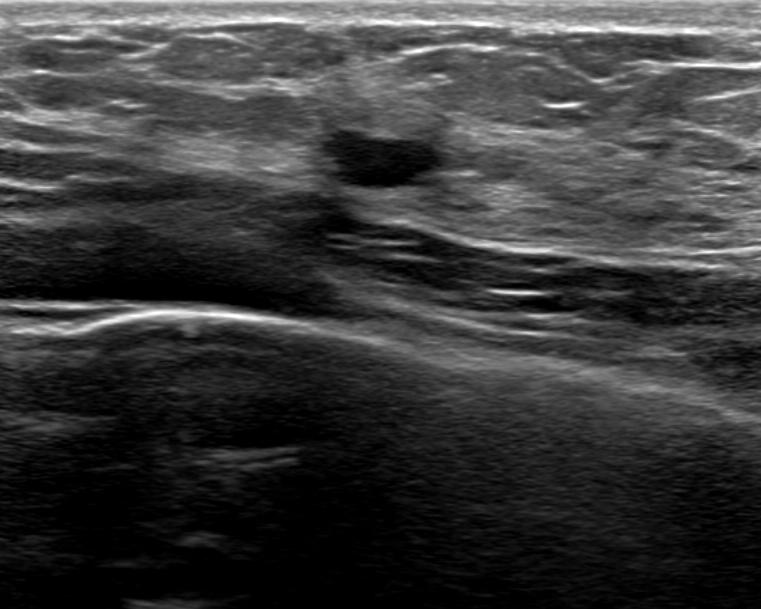
Imaging: B-mode breast ultrasound.
There is an oval lesion that is anechoic, with a circumscribed margin. Posterior features: enhancement. No calcifications are seen. BI-RADS 2; benign on biopsy or follow-up.